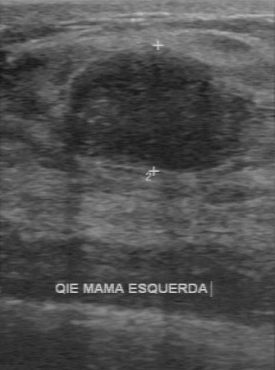
Acquired on GE Logiq 7 @10-14MHz. Modality: breast ultrasound.
- BI-RADS: 3
- histopathology: fibroadenoma